Imaging: B-mode breast ultrasound. Acquired on GE Logiq 5 @10-12MHz.
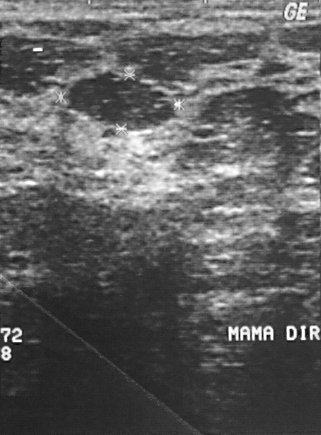
A breast lesion is present on this B-mode breast ultrasound. BI-RADS category 2. The biopsy result was fibroadenoma; the breast lesion is benign.